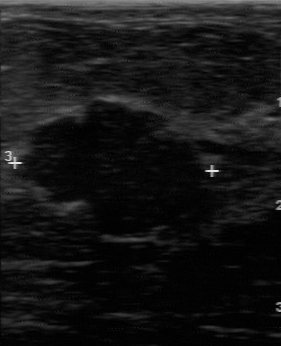
Imaging: breast ultrasound.
Biopsy or follow-up result: benign.